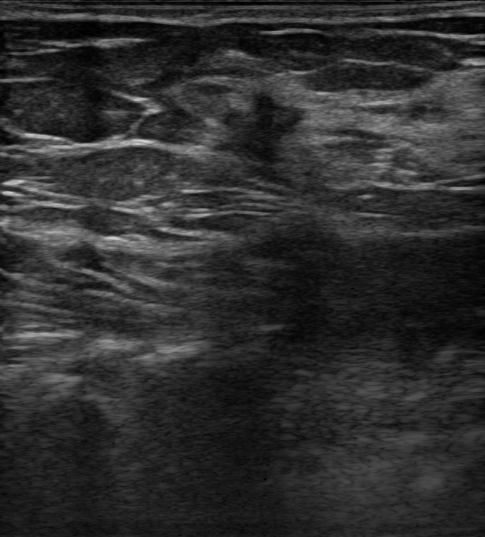
Breast ultrasound image. Patient age: 62. Background echotexture is homogeneous: fat.
Coordinates are pixels in the 485x537 image. Breast lesion bounding box: top-left (212, 89), bottom-right (317, 173). The breast lesion is malignant on biopsy or follow-up.